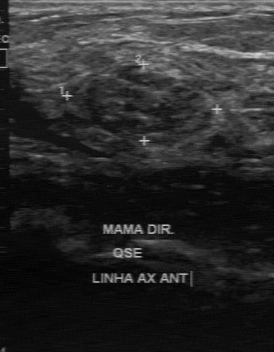
Modality: breast US.
The mass is located within the bounding box top-left (87, 66), bottom-right (213, 145). BI-RADS 3.